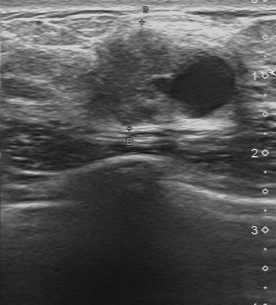
Modality: breast ultrasound scan. Scanner: Toshiba Aplio 300 @12-14 MHz.
The finding demonstrates somewhat unclear lesion boundary, BI-RADS (first reader): 4, BI-RADS on independent re-read: 4A.